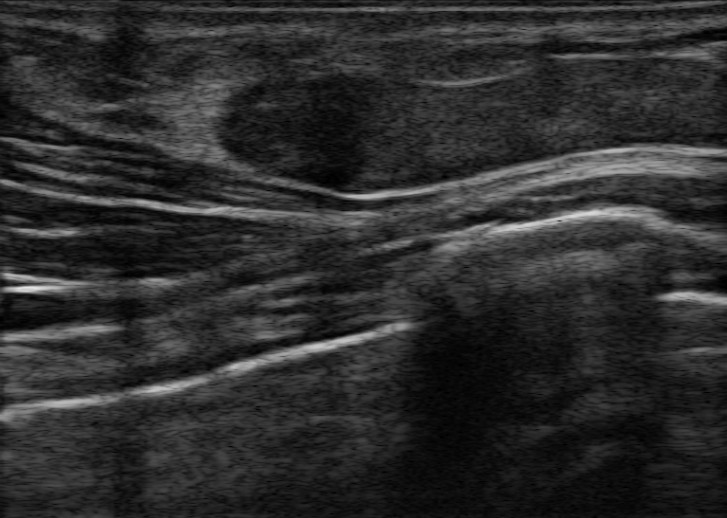
Background echotexture is homogeneous: fibroglandular. Imaging: breast ultrasound scan.
Finding: breast lesion, malignant on biopsy or follow-up.